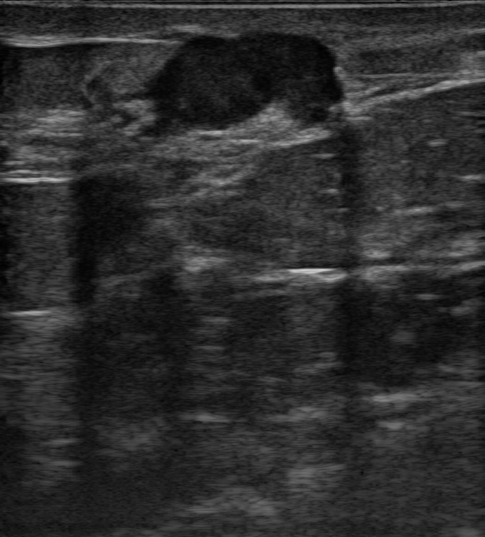
Background tissue composition: heterogeneous: predominantly fat. Imaging: breast sonogram.
No posterior acoustic features are seen. There is no echogenic halo. Calcifications are present within the mass. There is no skin thickening. Margin: not circumscribed, indistinct. The finding is hypoechoic. The finding is oval in shape. Histopathology: Invasive carcinoma of no special type (NST). Outcome on biopsy or follow-up: malignant. Assigned BI-RADS 4B.